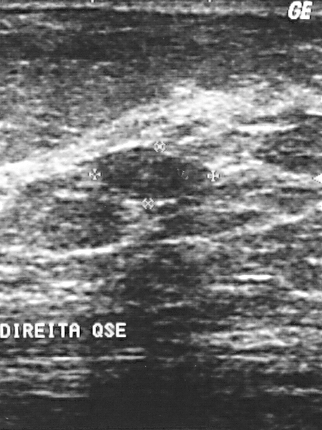
Breast US.
This breast lesion proved benign on biopsy or follow-up. The biopsy result was fibroadenoma. The breast lesion is assessed as BI-RADS 2.